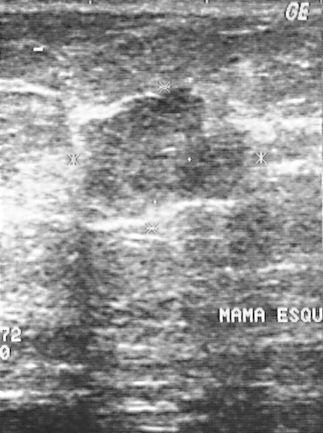
Scanner: GE Logiq 5 @10-12MHz. Modality: breast ultrasound scan.
Segment the breast lesion: bounding box (80, 87) to (251, 216). The breast lesion is malignant on biopsy or follow-up.